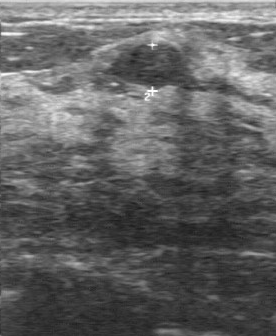
Breast US.
BI-RADS assessment is 2. Biopsy or follow-up result: benign.